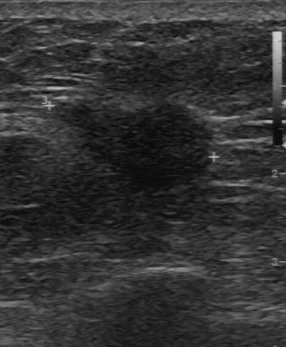
Imaging: breast ultrasound scan.
The breast lesion demonstrates BI-RADS (second read): 4B, BI-RADS (first reader): 4, pathology: invasive ductal carcinoma.